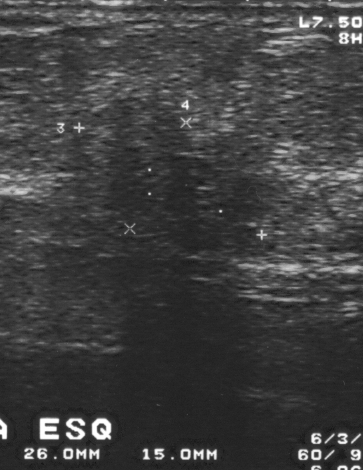
Modality: breast US. Scanner: GE Logiq 5 @10-12MHz.
Finding: mass, malignant on biopsy or follow-up.